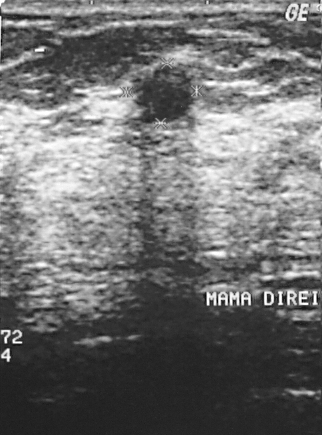
Acquired on GE Logiq 5 @10-12MHz. Imaging: breast ultrasound scan.
BI-RADS category 2.
Biopsy showed cyst, a benign finding.